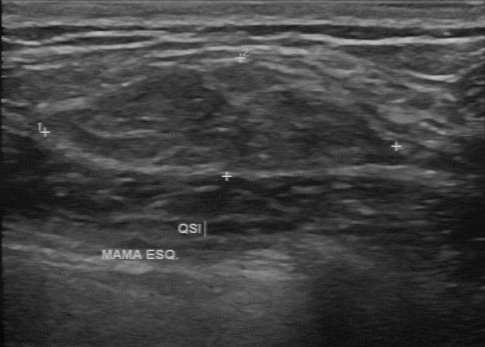
Breast sonogram.
Original-read BI-RADS category: 2.
Descriptors from an independent second read (not the reader who assigned the category):
No calcifications are seen.
Its boundary is fairly clear.
The finding has a partially regular margin.
The finding is slightly hypoechoic.
Biopsy showed fibroadenoma, a benign finding.